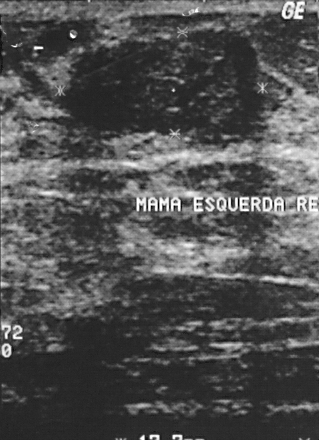
Imaging: breast US.
This breast US shows a breast lesion with BI-RADS: 2.